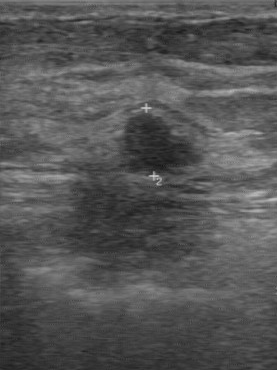
Imaging: B-mode breast ultrasound.
FINDINGS: BI-RADS: 4.
OUTCOME ON BIOPSY OR FOLLOW-UP: benign.